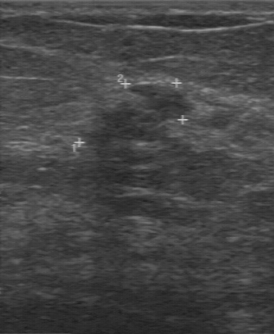
Imaging: breast US.
Biopsy or follow-up result: malignant. The BI-RADS assessment is 4. Biopsy result: invasive ductal carcinoma.